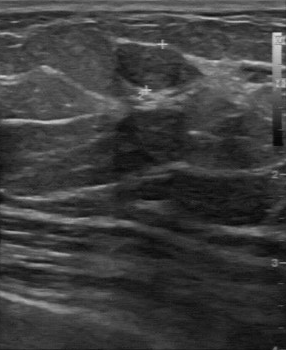
Modality: breast ultrasound.
BI-RADS: 3. Biopsy result: fibroadenoma.
OUTCOME ON BIOPSY OR FOLLOW-UP: benign.